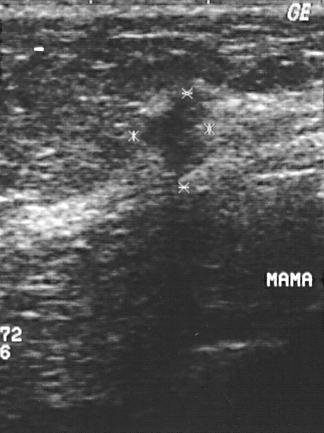
Modality: B-mode breast ultrasound.
The breast lesion demonstrates pathology: invasive ductal carcinoma, confirmed outcome (biopsy or follow-up): malignant, BI-RADS assessment: 4.